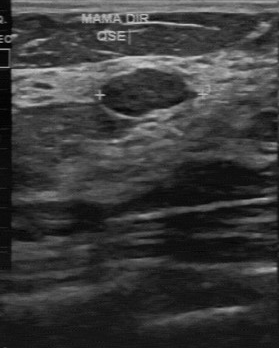
Modality: breast ultrasound image.
The original reader assigned BI-RADS 3. On a second, independent read, a finding with a regular margin and a clear boundary is seen; it is hypoechoic. Pathology confirmed benign fibroadenoma.